Breast ultrasound scan.
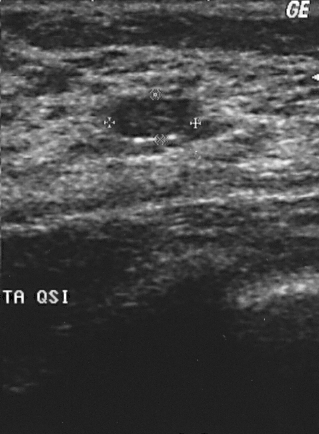
Biopsy or follow-up result: benign.